Breast ultrasound image. Acquired on GE Logiq 5 @10-12MHz.
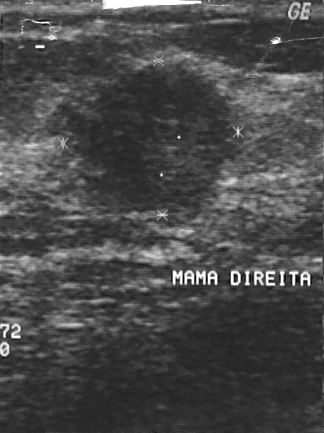
Coordinates are pixels in the 324x433 image. Lesion region of interest: 46 64 237 223. The lesion is malignant on biopsy or follow-up.